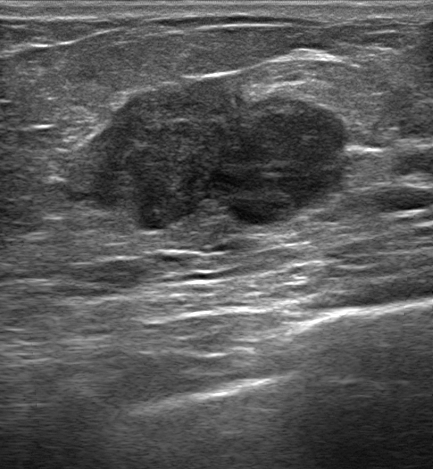
Breast US. 69-year-old patient.
The lesion is irregular and hypoechoic; its margin is not circumscribed (angular and indistinct). There is posterior acoustic enhancement. There is an echogenic halo. There are no calcifications. BI-RADS 5; outcome on biopsy or follow-up: malignant. Histopathology: Invasive carcinoma of no special type (NST).